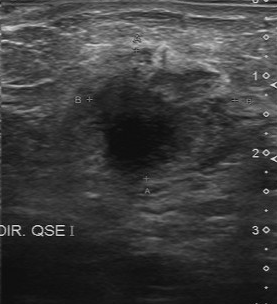
Imaging: breast US. Acquired on Toshiba Aplio 300 @12-14 MHz.
There are no calcifications. Margin: irregular. Lesion boundary is unclear. Echogenicity: hypoechoic.